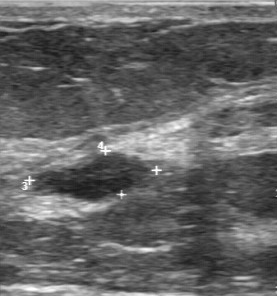
Imaging: breast ultrasound scan.
The finding is benign on biopsy or follow-up. BI-RADS 3.